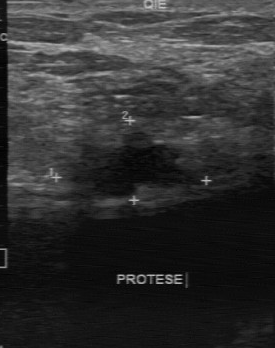
Breast ultrasound scan.
- echo pattern: hypoechoic
- calcifications: absent
- BI-RADS on independent re-read: 4B